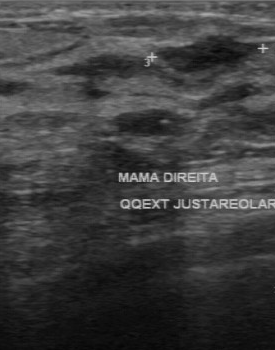
Imaging: breast ultrasound.
The BI-RADS on independent re-read is 3. There are no calcifications. Biopsy or follow-up result: benign. Original BI-RADS: 3. Margin: partially regular.